Imaging: breast ultrasound.
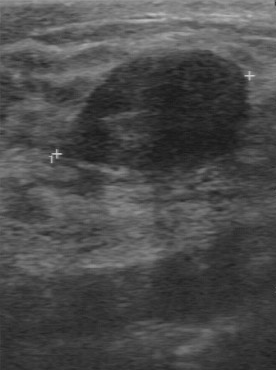
BI-RADS 3 in the original read; on a second read the margin is regular, the boundary clear and the lesion hypoechoic. Biopsy showed fibroadenoma, a benign finding.